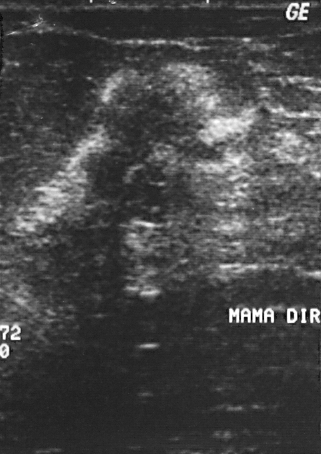
Modality: breast ultrasound scan.
Biopsy or follow-up result: benign. Biopsy showed fibrocystic changes. Assigned BI-RADS 5.